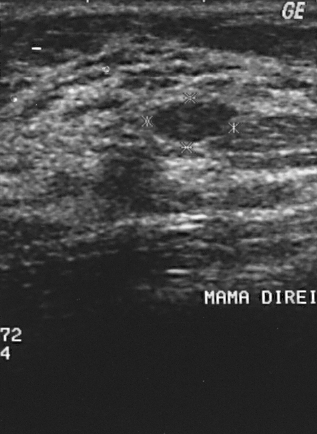
Imaging: breast sonogram.
This breast sonogram shows a mass with histopathology: fibroadenoma, BI-RADS category: 2.